Imaging: breast US.
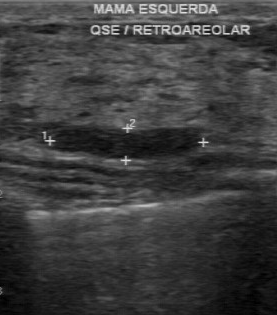
Calcifications: none. Lesion boundary: clear. Echogenicity: hypoechoic. Margin: regular.